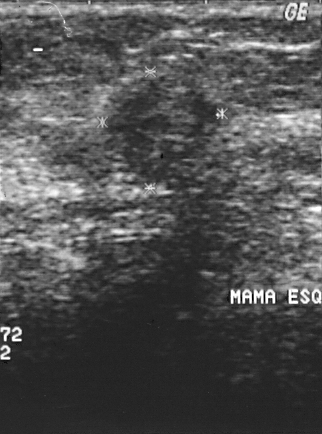
Breast US.
FINDINGS: BI-RADS: 4.
OUTCOME ON BIOPSY OR FOLLOW-UP: malignant.